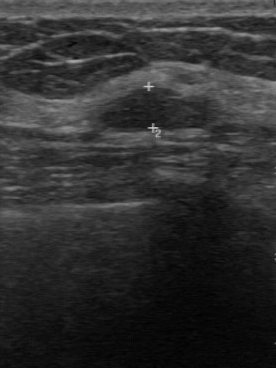
Imaging: breast sonogram.
Echo pattern is hypoechoic. Calcifications are absent. Contour: regular. The lesion boundary is fairly clear.